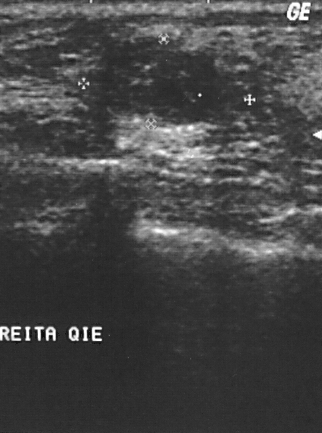
Scanner: GE Logiq 5 @10-12MHz. Modality: breast US.
(coordinates in a 322x433 pixel frame) The finding is located within the bounding box x1=104, y1=47, x2=227, y2=125. BI-RADS 2.